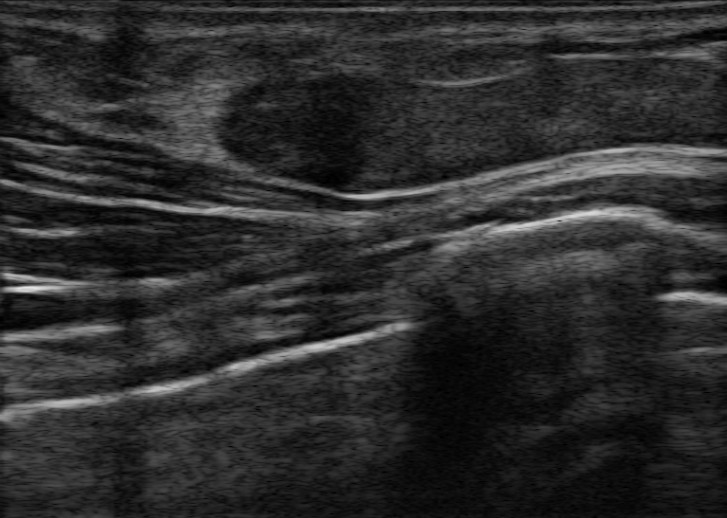
45-year-old patient. Modality: breast ultrasound. Background echotexture is homogeneous: fibroglandular.
- BI-RADS: 4C
- calcifications: in a mass
- echogenic halo: absent
- radiologic interpretation: Suspicion of malignancy
- verification: confirmed by biopsy
- lesion shape: irregular
- skin thickening: absent
- echo pattern: hypoechoic